Modality: breast ultrasound scan.
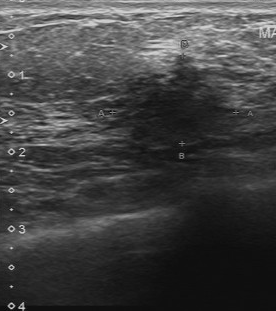
A breast lesion is seen with unclear lesion boundary, irregular lesion margin, BI-RADS on independent re-read: 4A, biopsy or follow-up result: malignant.